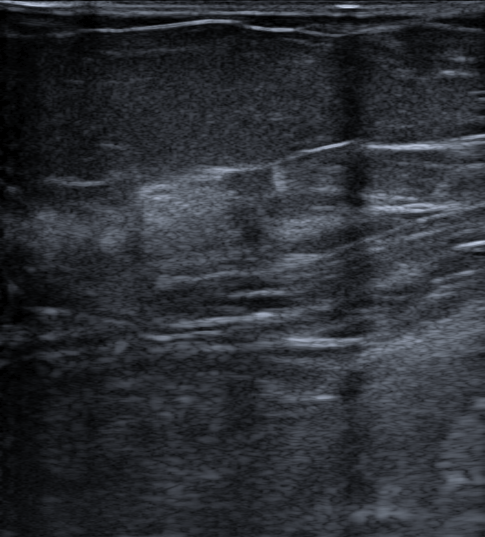
B-mode breast ultrasound. Age 66.
It has an irregular shape. The mass has indistinct margins. Echogenicity: hypoechoic. Posterior features: shadowing. An echogenic halo is present. There are no calcifications. There is no skin thickening. Biopsy confirmed invasive carcinoma of no special type (NST) and ductal carcinoma in situ (DCIS). BI-RADS assessment: 4C. This mass proved malignant on biopsy or follow-up.